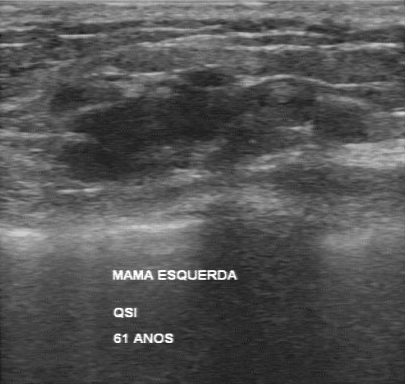
Imaging: breast ultrasound image.
Coordinates are pixels in the 405x384 image. Lesion region of interest: x1=49, y1=69, x2=373, y2=183. BI-RADS 4.